Imaging: breast US.
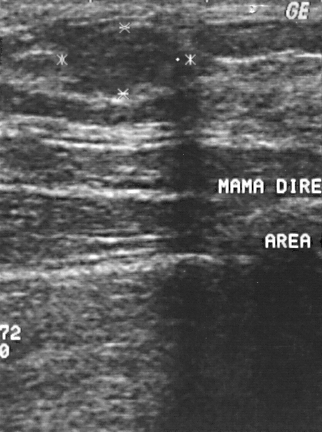
Biopsy or follow-up result: benign. BI-RADS assessment: 2.
OUTCOME ON BIOPSY OR FOLLOW-UP: benign.